Modality: B-mode breast ultrasound.
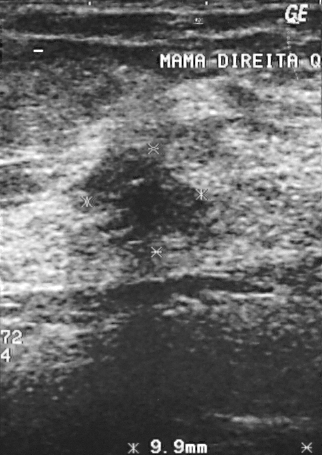
The biopsy result was invasive ductal carcinoma; the lesion is malignant. BI-RADS category 5.